Modality: breast US. Acquired on GE Logiq 7 @10-14MHz.
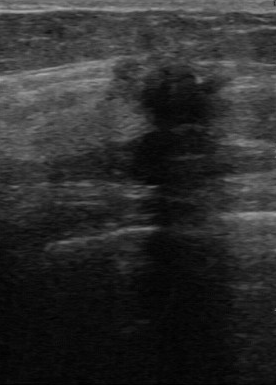
Lesion characteristics:
- calcifications: absent
- biopsy or follow-up result: malignant
- internal echoes: hypoechoic
- boundary: unclear
- contour: irregular